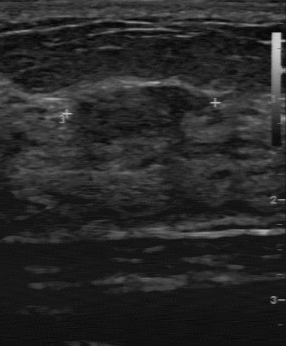
Breast ultrasound image.
Original-read BI-RADS category: 4. On a second read by an independent reader: The margin is partially regular. The lesion boundary is fairly clear. The breast lesion is slightly hypoechoic. No calcifications are seen. The biopsy result was fibroadenoma; the breast lesion is benign.